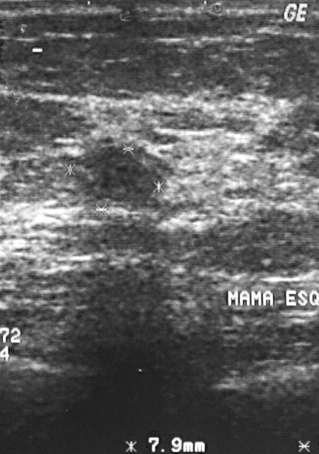
Breast US.
Breast lesion: benign on biopsy or follow-up. (BI-RADS category 2.)